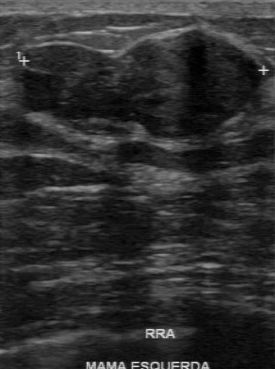
Imaging: B-mode breast ultrasound.
Biopsy or follow-up result: benign. Echogenicity: hypoechoic. Independent BI-RADS assessment: 3. BI-RADS (first reader): 3. Lesion boundary: clear.
OUTCOME ON BIOPSY OR FOLLOW-UP: benign.